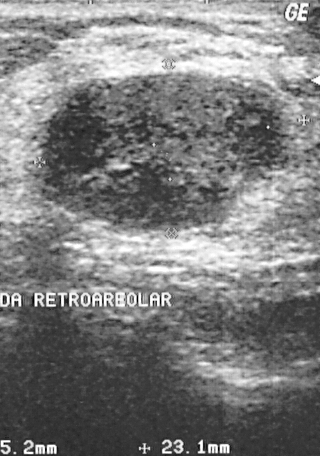
Imaging: breast ultrasound image.
FINDINGS: BI-RADS assessment: 2. Outcome on biopsy or follow-up: benign.
OUTCOME ON BIOPSY OR FOLLOW-UP: benign.